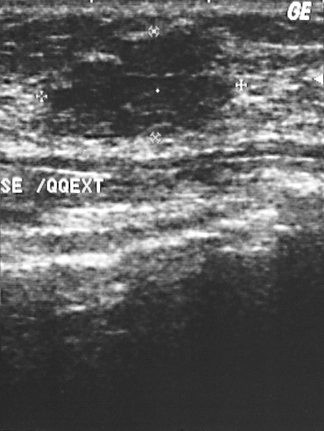
Imaging: breast sonogram.
Assigned BI-RADS 3. The lesion is benign on biopsy or follow-up. Pathology confirmed fibroadenoma.